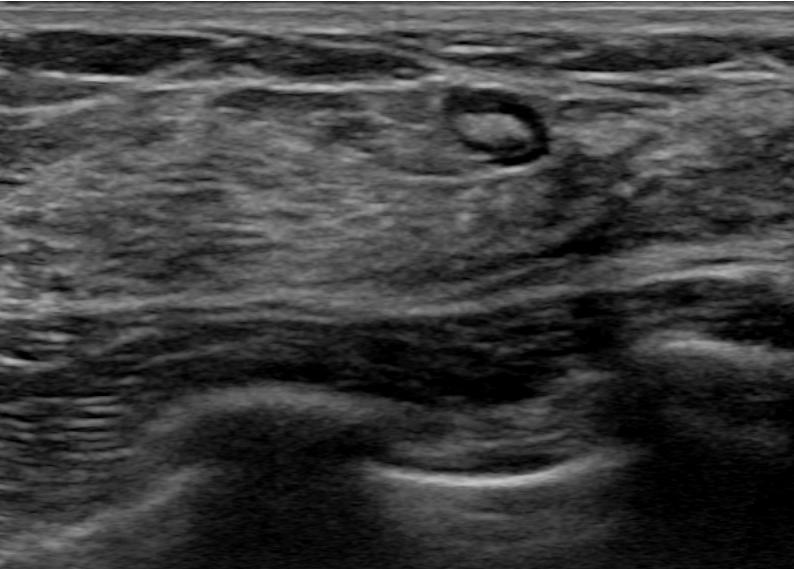
Imaging: breast sonogram.
This breast sonogram shows a mass with calcifications: none, posterior features: none, circumscribed lesion margin, echogenic halo: absent, oval shape, radiologist impression: Intramammary lymph node, skin thickening: none, BI-RADS assessment: 2, heterogeneous echotexture.